Imaging: breast ultrasound scan.
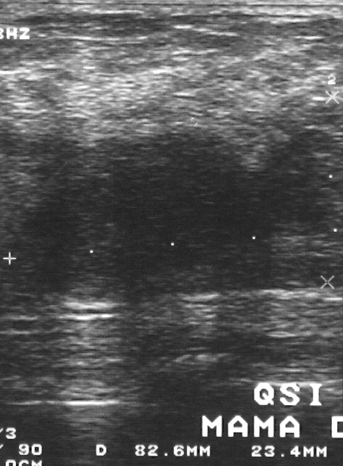
Outcome on biopsy or follow-up: malignant. (BI-RADS category 4.)